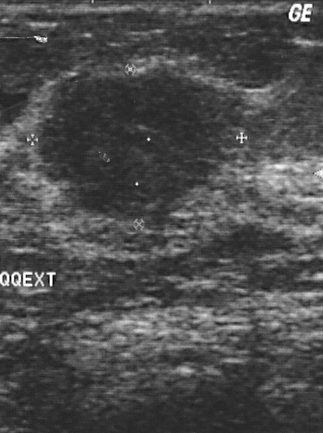
Modality: B-mode breast ultrasound.
The lesion is malignant on biopsy or follow-up.
BI-RADS category 4.
The biopsy result was invasive ductal carcinoma; the lesion is malignant.